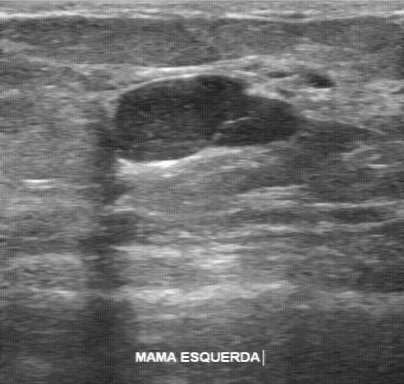
Breast sonogram.
BI-RADS 3 in the original read. A second reader, independent of the original assessment, describes a hypoechoic finding with a regular margin; the boundary is clear. No calcifications are seen. Histopathology: cyst (benign).